Imaging: breast sonogram.
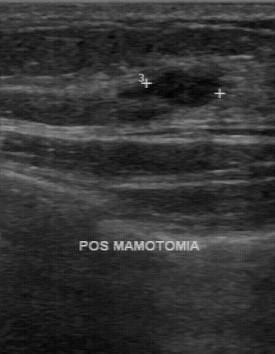
- boundary: clear
- BI-RADS on independent re-read: 3